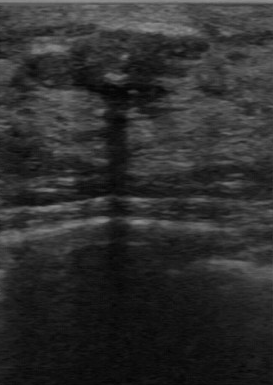
B-mode breast ultrasound.
FINDINGS: Biopsy or follow-up result: benign. BI-RADS (second read): 3.